Imaging: B-mode breast ultrasound.
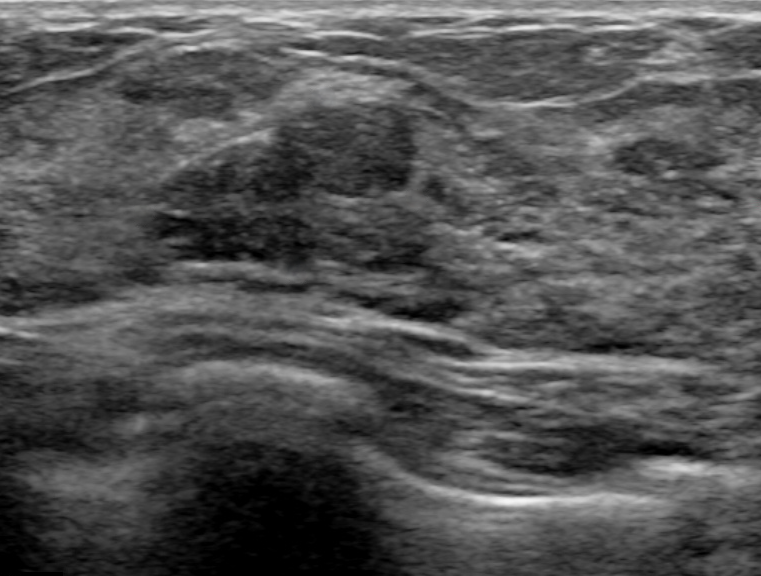
This B-mode breast ultrasound shows a lesion, benign on biopsy or follow-up.